Breast ultrasound.
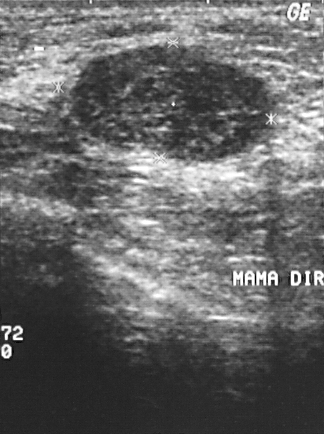
Pixel coordinates (x1, y1, x2, y2): The finding is located within the bounding box (71,44)-(272,159). The finding is benign on biopsy or follow-up. BI-RADS 2.